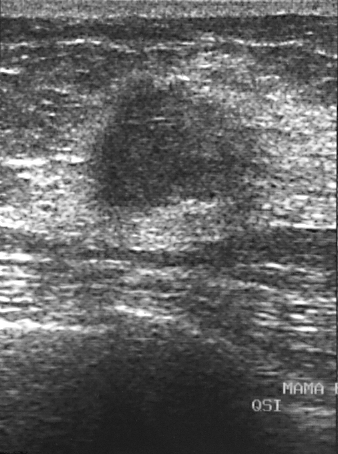
Imaging: breast ultrasound scan.
BI-RADS assessment is 5. The confirmed outcome (biopsy or follow-up) is malignant. The pathology is invasive ductal carcinoma.